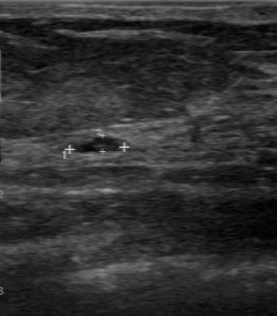
B-mode breast ultrasound.
Biopsy or follow-up result: benign. (BI-RADS category 2.)